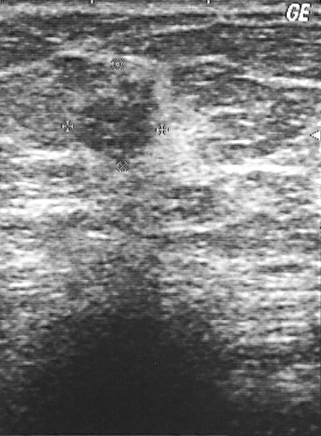
Breast ultrasound.
Outcome on biopsy or follow-up: malignant. (BI-RADS category 4.)